Modality: breast US.
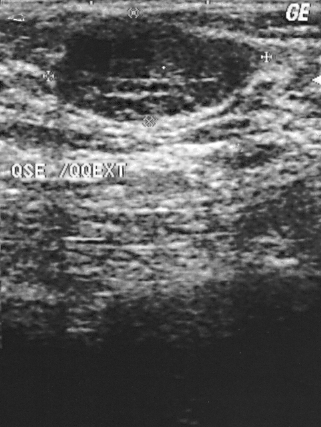
Biopsy showed fibroadenoma, a benign finding.
BI-RADS assessment: 2.